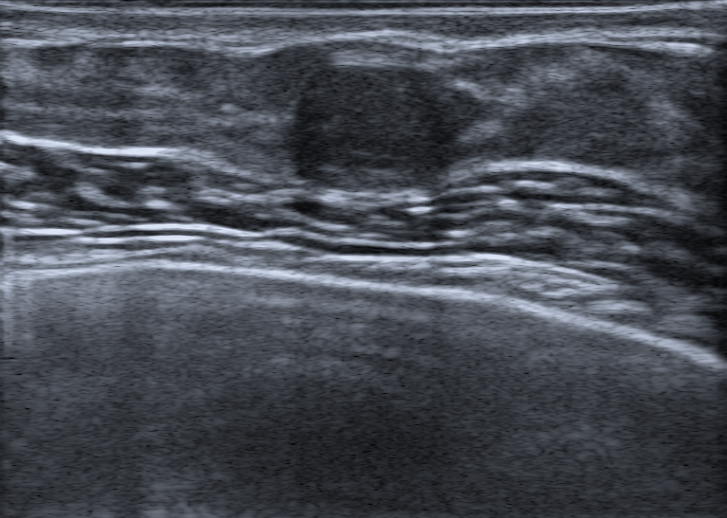
Patient age: 39. Modality: breast ultrasound image.
The lesion is oval and hypoechoic; its margin is circumscribed. There are no posterior acoustic features. The lesion is categorized as BI-RADS 4A; on biopsy or follow-up it was benign. Radiologist's impression: Fibroadenoma.